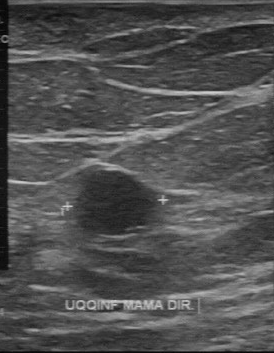
Imaging: breast sonogram.
Lesion characteristics:
- boundary: clear
- calcifications: none
- echogenicity: slightly hypoechoic
- lesion margin: regular